Modality: B-mode breast ultrasound. Acquired on GE Logiq 5 @10-12MHz.
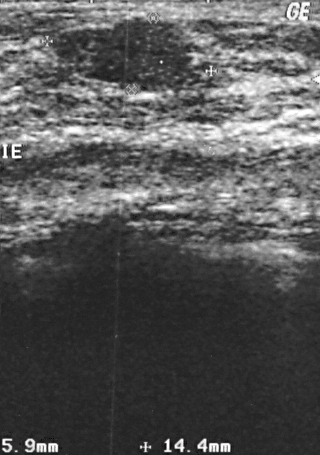
(coordinates in a 320x455 pixel frame) Segment the breast lesion: bounding box top-left (52, 18), bottom-right (192, 91). BI-RADS 2.